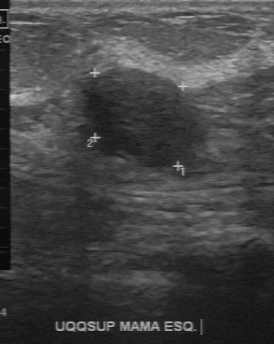
Breast US.
The breast lesion is located within the bounding box (78, 68) to (195, 166). The breast lesion is benign on biopsy or follow-up.